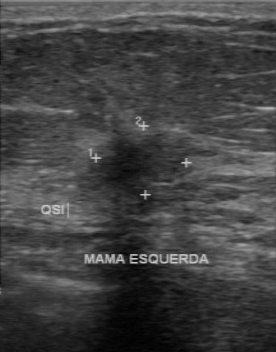
Modality: breast ultrasound scan.
Segment the lesion: bounding box (91,132)-(191,197). The lesion is malignant on biopsy or follow-up.